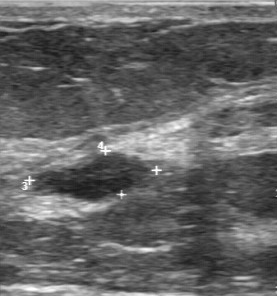
Modality: breast ultrasound scan.
The breast lesion was assessed as BI-RADS 3 by the original reader.
Descriptors from an independent second read (not the reader who assigned the category):
The margin is partially regular.
The lesion boundary is fairly clear.
Echo pattern: slightly hypoechoic.
There are no calcifications.
Biopsy showed fibroadenoma, a benign finding.